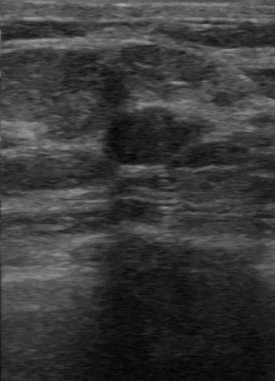
Breast ultrasound scan.
Biopsy or follow-up result: benign.